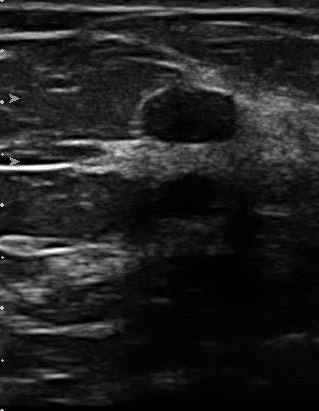
Imaging: B-mode breast ultrasound. Acquired on U-Systems @10-14MHz.
The biopsy or follow-up result is benign. The BI-RADS is 2.